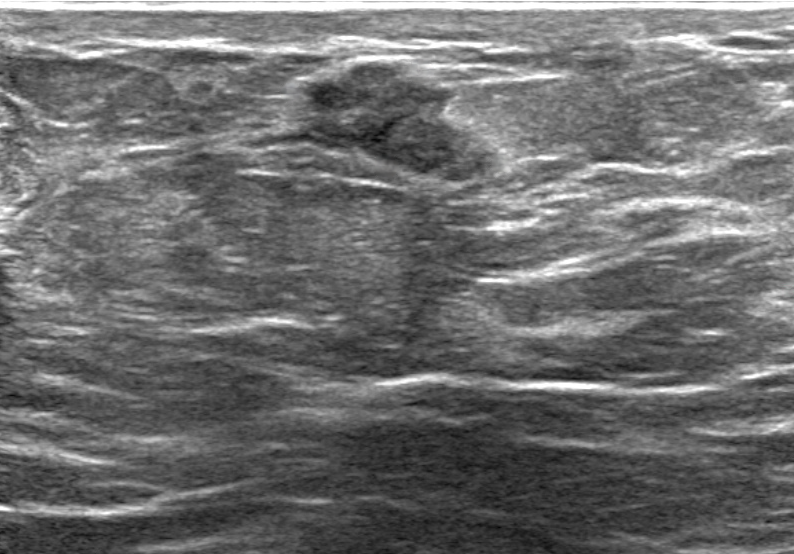
Breast ultrasound scan.
Biopsy or follow-up result: benign.